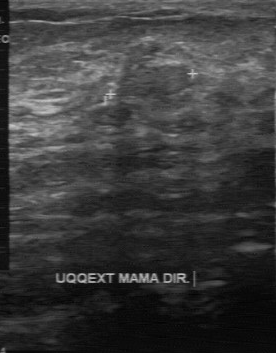
Breast US.
The original reader assigned BI-RADS 3.
A second, independent read describes the mass as follows.
The margin is regular.
Boundary: clear.
Echo pattern: isoechoic.
No calcifications are seen.
Histopathology: cyst (benign).